B-mode breast ultrasound.
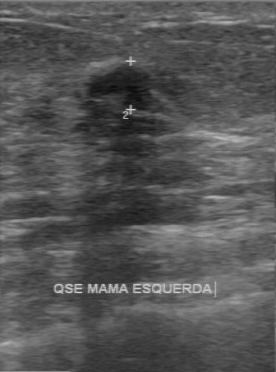
(coordinates in a 276x372 pixel frame) The lesion occupies approximately top-left (86, 64), bottom-right (158, 111).